Modality: breast ultrasound scan.
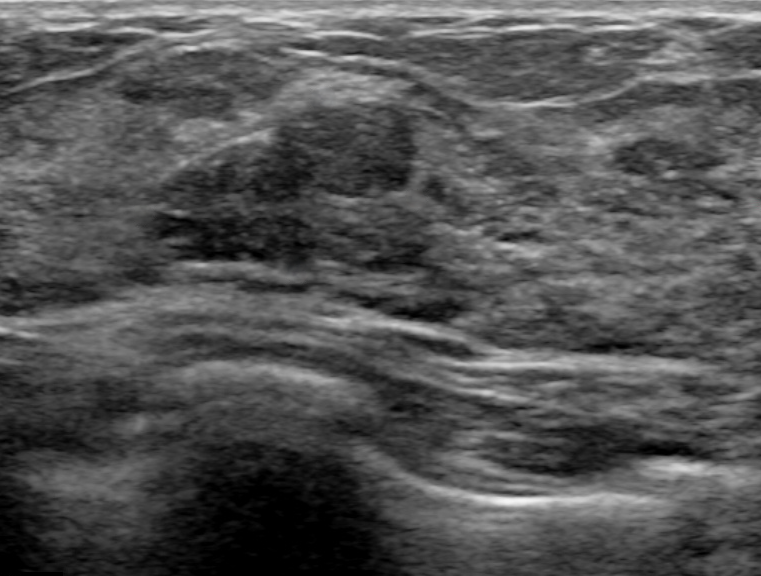
An irregular, hypoechoic mass with circumscribed margins is seen. No posterior acoustic features are seen. There are no calcifications. BI-RADS 3; benign on biopsy or follow-up. Verification: follow-up care.